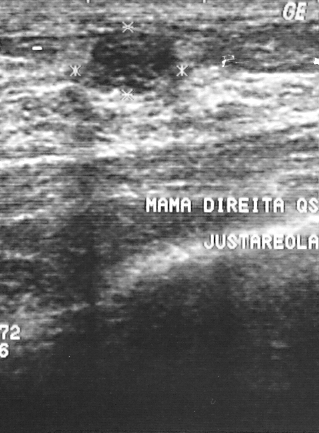
Imaging: breast ultrasound scan.
This breast ultrasound scan shows a mass. It was assessed as BI-RADS 2. Pathology confirmed benign fibroadenoma.